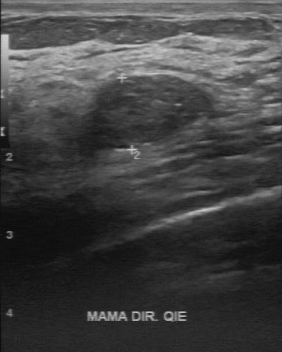
Scanner: GE Logiq 7 @10-14MHz. Imaging: B-mode breast ultrasound.
FINDINGS: B-mode breast ultrasound. Calcifications: none. BI-RADS (second read): 4A. Contour: regular. Echo pattern: slightly hypoechoic. Boundary: clear. BI-RADS (first reader): 2.
OUTCOME ON BIOPSY OR FOLLOW-UP: benign.